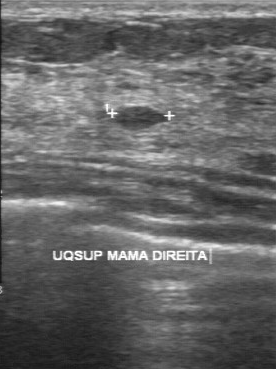
Imaging: B-mode breast ultrasound. Scanner: GE Logiq 7 @10-14MHz.
The original reader assigned BI-RADS 3. A second reader, independent of the original assessment, describes a slightly hypoechoic finding with a regular margin; the boundary is clear. Biopsy showed ductal carcinoma in situ, a malignant finding.